Age 23. Breast sonogram.
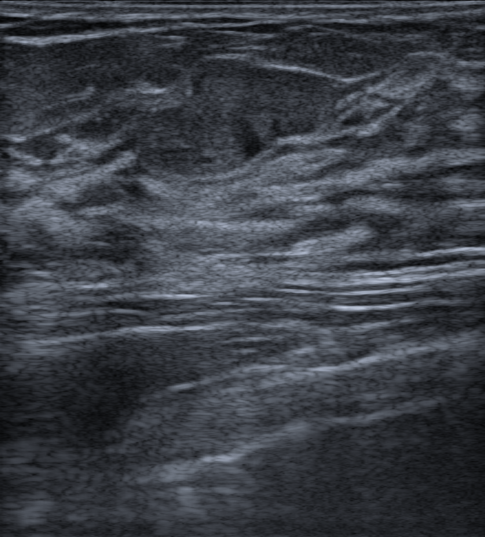
The mass is assessed as BI-RADS 4A. Histopathology: Fibroadenoma. There is no skin thickening. No echogenic halo is seen. Shape: oval. The margin is circumscribed. No posterior acoustic features are seen. Its echo pattern is isoechoic. No calcifications are seen.